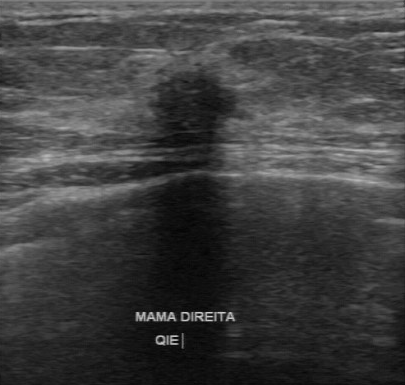
Breast ultrasound.
Second-reader BI-RADS: 4B. Outcome on biopsy or follow-up is malignant.